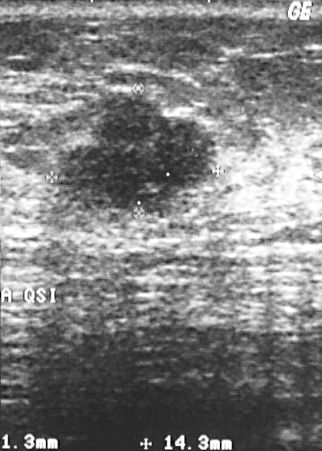
Imaging: B-mode breast ultrasound.
BI-RADS category is 4. Biopsy or follow-up result is benign.